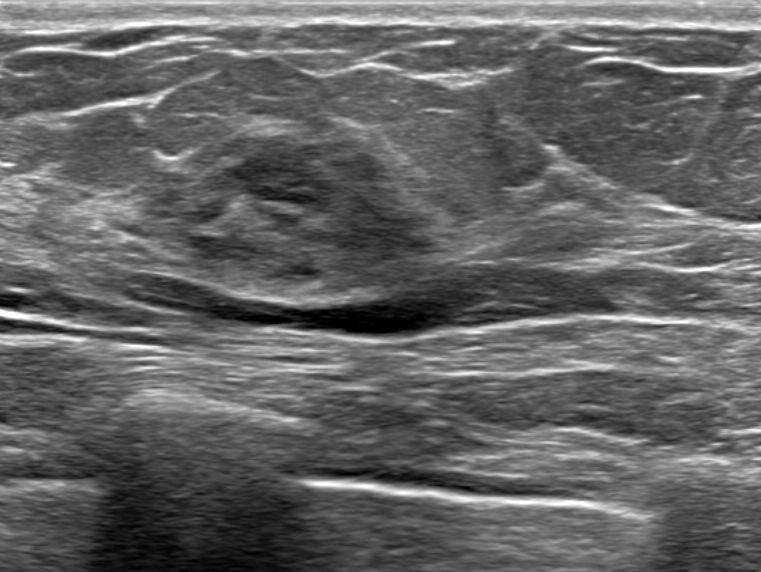
Breast US.
- radiologist impression: Dysplasia; Lipoma
- shape: oval
- margin: circumscribed
- echogenic halo: absent
- BI-RADS assessment: 4A
- confirmed outcome (biopsy or follow-up): benign
- histopathology: Benign mammary dysplasia
- posterior features: enhancement